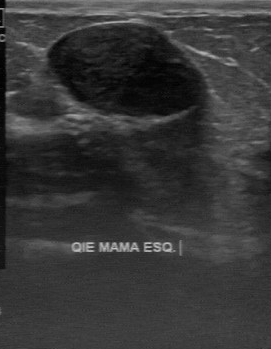
Modality: breast ultrasound.
FINDINGS: Calcifications: absent. Boundary: clear. Pathology: fibroadenoma. Echogenicity: hypoechoic. Margin: regular.
OUTCOME ON BIOPSY OR FOLLOW-UP: benign.